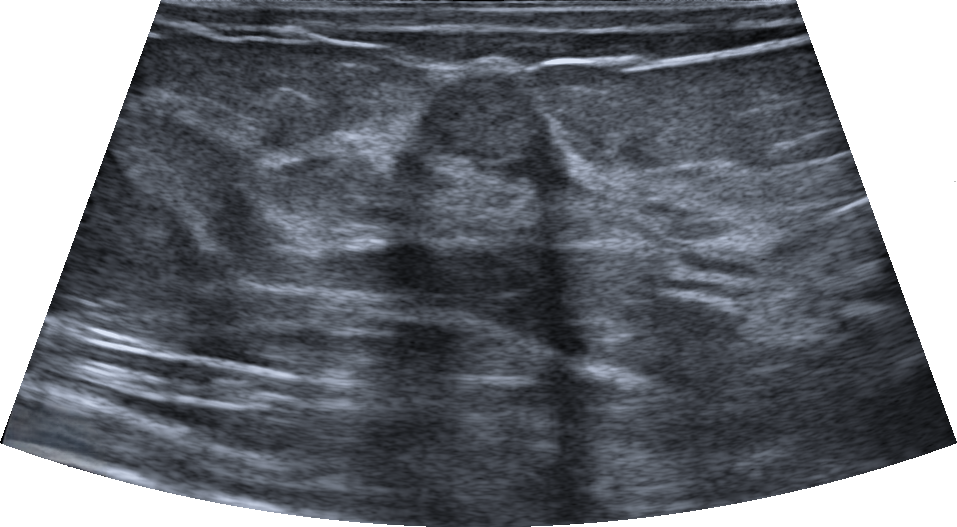
Imaging: B-mode breast ultrasound.
Findings: an oval lesion of heterogeneous echotexture with margins that are not circumscribed (indistinct). There are no posterior features. No skin thickening is seen. Calcifications: none. The lesion is categorized as BI-RADS 4B; on biopsy or follow-up it was benign. Biopsy confirmed benign mammary dysplasia.